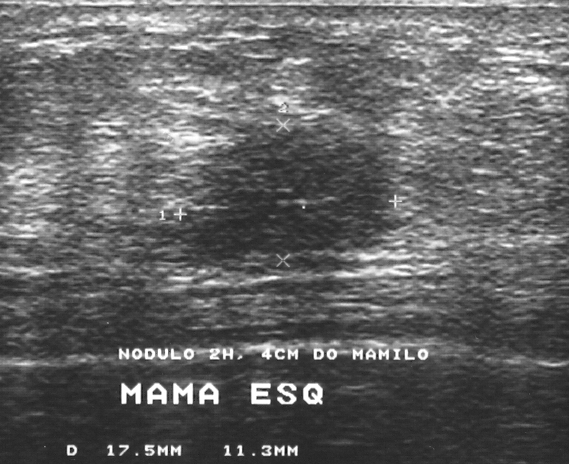
Scanner: GE Logiq 5 @10-12MHz. Modality: breast sonogram.
The breast lesion is malignant on biopsy or follow-up.